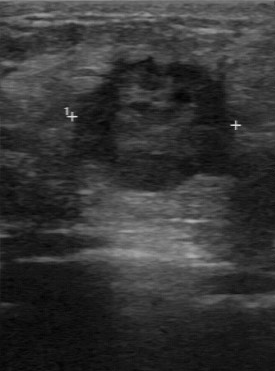
Breast ultrasound.
Lesion boundary: somewhat unclear. Echo pattern: hypoechoic. Calcifications: absent. Lesion margin: partially regular. Histopathology: invasive ductal carcinoma.
OUTCOME ON BIOPSY OR FOLLOW-UP: malignant.